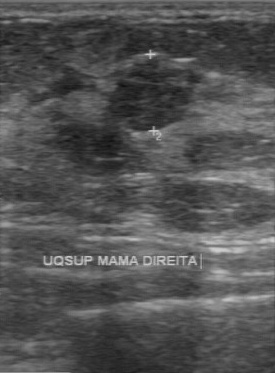
Breast US.
FINDINGS: Contour: regular. Internal echoes: hypoechoic. Calcifications: absent. Lesion boundary: clear.